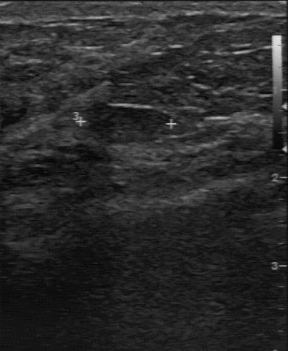
Modality: B-mode breast ultrasound.
Biopsy or follow-up result: benign.